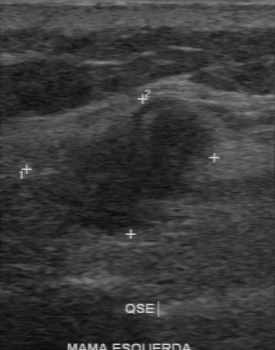
Modality: breast US. Scanner: GE Logiq 7 @10-14MHz.
Biopsy or follow-up result: malignant. (BI-RADS category 4.)